Breast ultrasound scan.
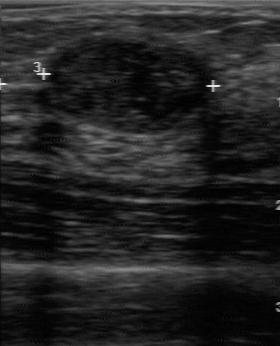
Margin is regular. The boundary is clear. No calcifications are seen. The BI-RADS (first reader) is 2. The BI-RADS on independent re-read is 3.